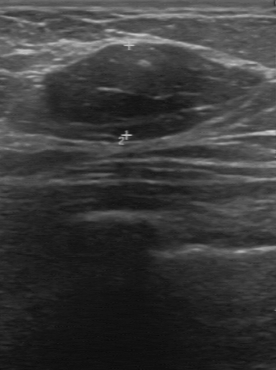
Imaging: breast ultrasound scan.
The mass was assessed as BI-RADS 2 by the original reader. Findings on the second read (an independent reader): a hypoechoic mass, margin regular, boundary clear. Histopathology: fibroadenoma (benign).